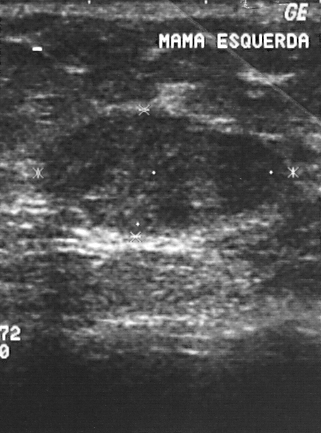
Modality: breast ultrasound scan.
Outcome on biopsy or follow-up is benign. The BI-RADS is 2.